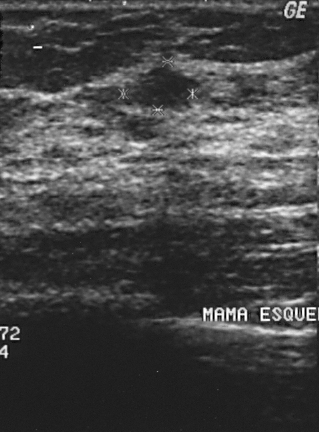
Imaging: breast US.
Pixel coordinates (x1, y1, x2, y2): Segment the mass: bounding box [131, 64, 186, 108]. BI-RADS 2.